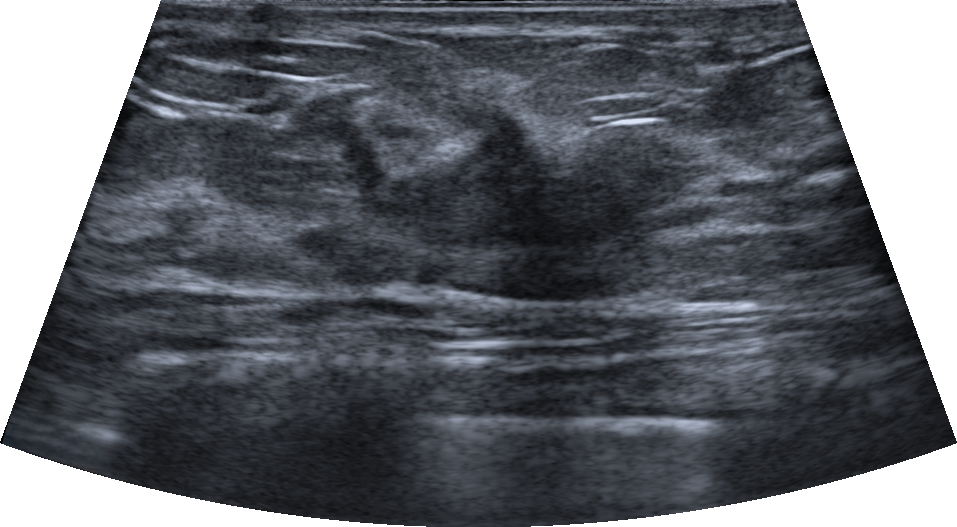
Patient age: 33. Background tissue composition: homogeneous: fibroglandular. Breast ultrasound scan.
The mass appears irregular. Calcifications: none. Skin thickening: none. Margin: not circumscribed, spiculated, microlobulated and indistinct. No posterior acoustic features are seen. Its echo pattern is hypoechoic. No echogenic halo is seen. Biopsy confirmed usual ductal hyperplasia (UDH). BI-RADS assessment: 4C. The mass is benign on biopsy or follow-up.